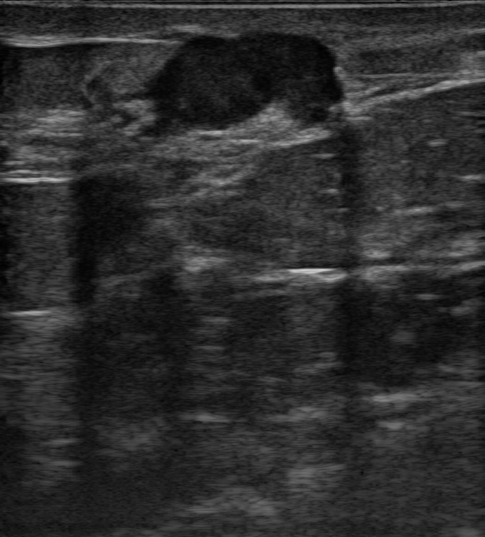
Modality: B-mode breast ultrasound. Age 59.
Biopsy or follow-up result: malignant. (BI-RADS category 4B.)